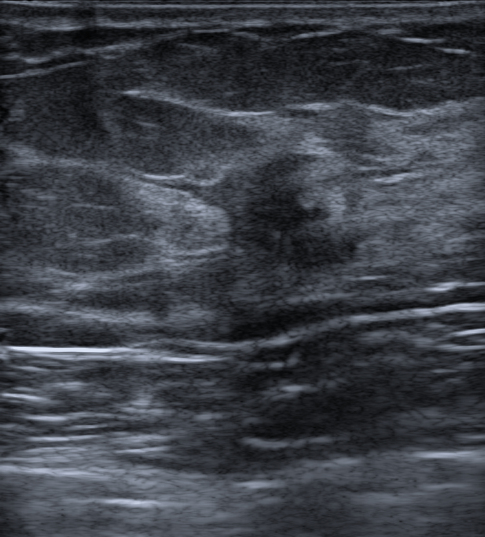
Patient age: 44. Imaging: breast US.
This breast US shows a mass with hypoechoic echotexture, histopathology: Invasive lobular carcinoma; Lobular carcinoma in situ (LCIS), echogenic halo: absent, BI-RADS assessment: 4B, radiologist impression: Suspicion of malignancy; Dysplasia, posterior acoustic features: shadowing, calcifications: in a mass, not circumscribed - spiculated and indistinct borders.